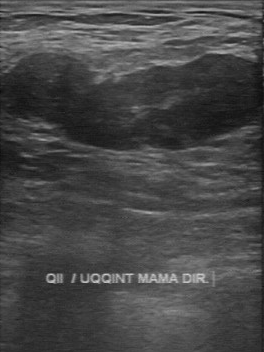
Modality: breast US.
Breast US findings:
- calcifications: absent
- BI-RADS (first reader): 4
- lesion boundary: fairly clear
- BI-RADS (second read): 3